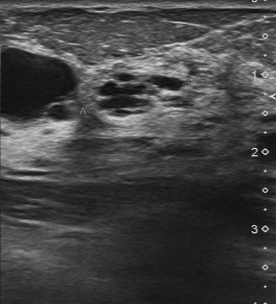
Modality: breast sonogram.
Breast sonogram findings:
- outcome on biopsy or follow-up: benign
- calcifications: absent
- boundary: fairly clear
- original BI-RADS: 4
- lesion margin: partially regular
- echogenicity: mixed cystic and solid
- independent BI-RADS assessment: 3